Breast ultrasound scan.
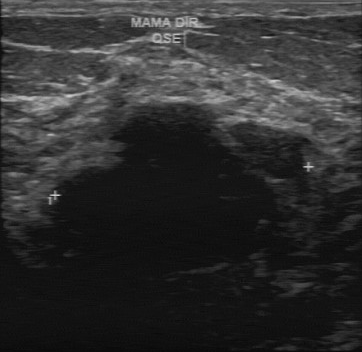
FINDINGS: BI-RADS: 3.
OUTCOME ON BIOPSY OR FOLLOW-UP: benign.